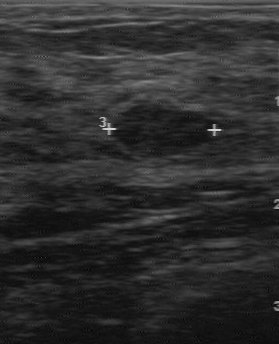
Imaging: breast ultrasound scan.
Original-read BI-RADS category: 3.
Descriptors from an independent second read (not the reader who assigned the category):
Echo pattern: hypoechoic.
Boundary: clear.
There are no calcifications.
The finding has a regular margin.
Histopathology: fibroadenoma (benign).